Modality: breast ultrasound scan.
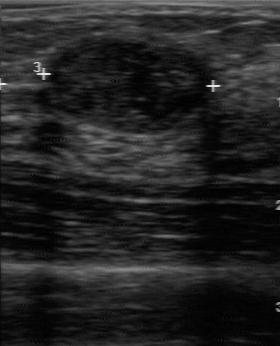
A lesion is seen with BI-RADS assessment: 2, confirmed outcome (biopsy or follow-up): benign, histopathology: fibroadenoma.